Breast ultrasound image.
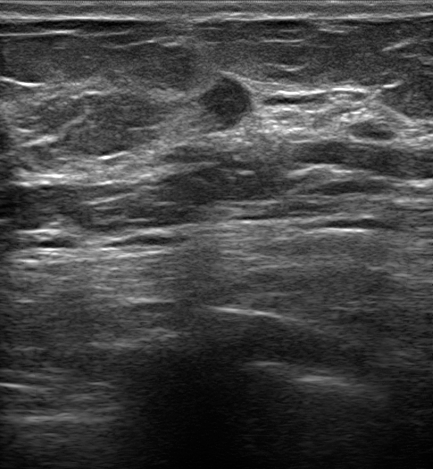
Pixel coordinates (x1, y1, x2, y2): The breast lesion is located within the bounding box 193 76 259 128. The breast lesion is malignant on biopsy or follow-up.